Imaging: breast US.
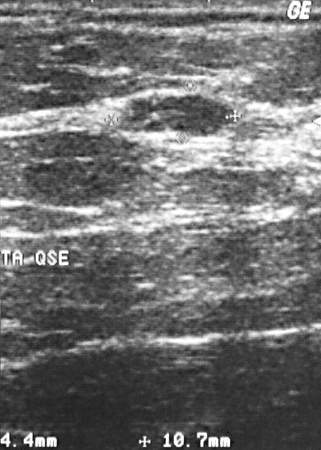
Coordinates are pixels in the 321x450 image. Lesion bounding box: top-left (158, 96), bottom-right (227, 136).